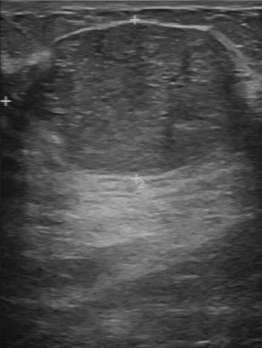
Breast ultrasound scan.
The lesion was assessed as BI-RADS 3 by the original reader. A second reader, independent of the original assessment, describes a slightly hypoechoic lesion with a regular margin; the boundary is clear. Pathology confirmed benign fibroadenoma.